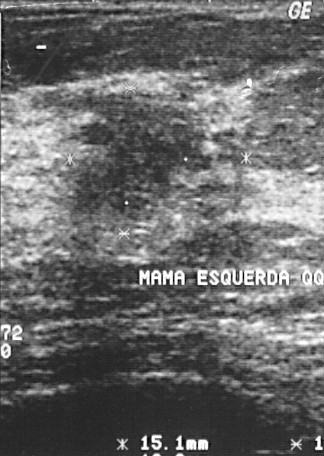
Modality: breast ultrasound.
A mass is seen. It was assessed as BI-RADS 4. The biopsy result was invasive ductal carcinoma; the mass is malignant.